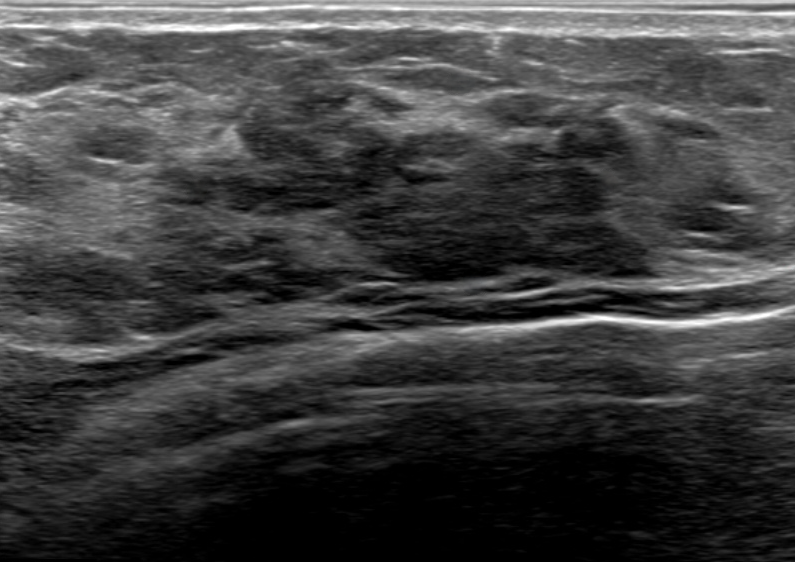
Background tissue composition: heterogeneous: predominantly fibroglandular. Modality: breast ultrasound image.
Assigned BI-RADS 4A.
Radiologic interpretation: Dysplasia.
Biopsy or follow-up result: benign.
Biopsy confirmed benign mammary dysplasia.
No skin thickening is seen.
Echogenic halo: absent.
The mass is heterogeneous.
No posterior acoustic features are seen.
Margins are circumscribed.
The mass is irregular in shape.
There are no calcifications.